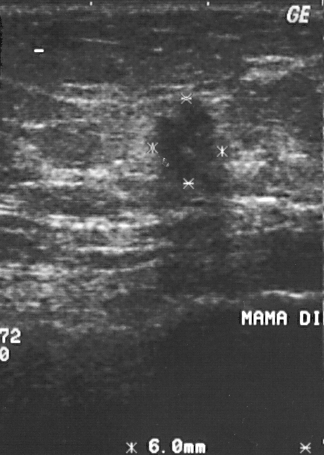
Imaging: breast US.
- outcome on biopsy or follow-up: malignant
- BI-RADS: 4